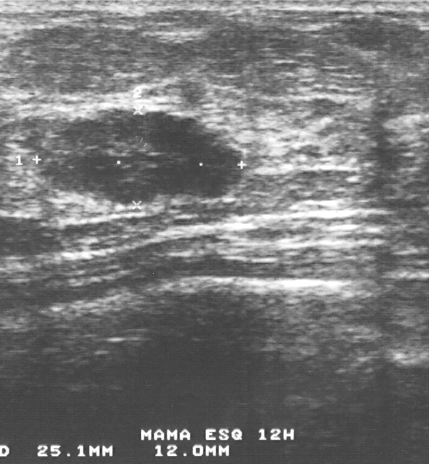
Breast ultrasound.
The mass demonstrates BI-RADS assessment: 3.